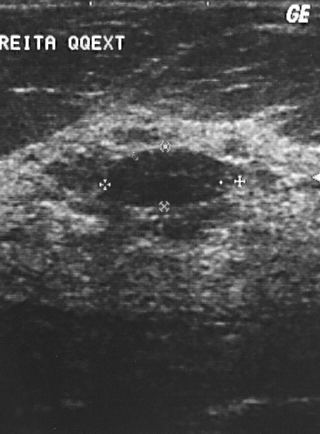
Imaging: breast sonogram.
(coordinates in a 320x434 pixel frame) Lesion region of interest: (109,150)-(235,205). The breast lesion is benign on biopsy or follow-up. BI-RADS 2.